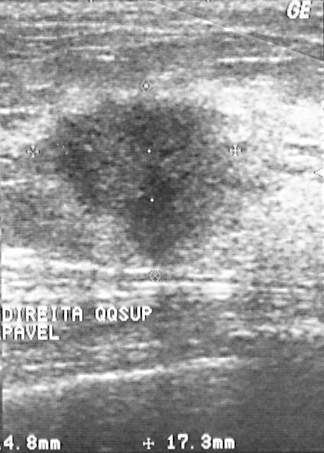
Imaging: breast ultrasound.
FINDINGS: Histopathology: invasive ductal carcinoma. Confirmed outcome (biopsy or follow-up): malignant. BI-RADS: 4.
OUTCOME ON BIOPSY OR FOLLOW-UP: malignant.